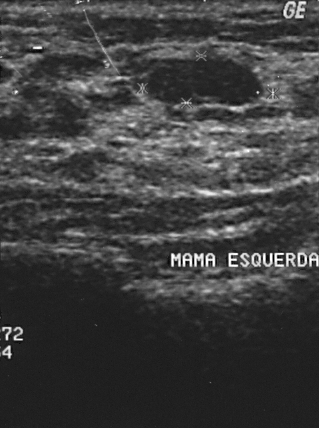
Modality: breast US.
Biopsy showed fibroadenoma. This breast lesion proved benign on biopsy or follow-up. BI-RADS assessment: 2.